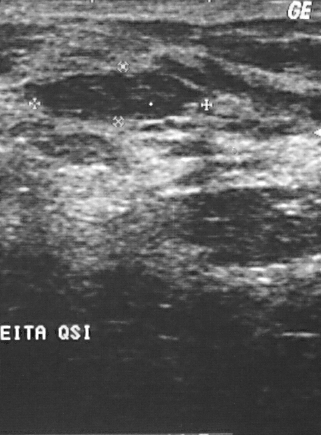
Imaging: breast ultrasound image.
A lesion is seen. It was assessed as BI-RADS 2. Histopathology: fibroadenoma (benign).